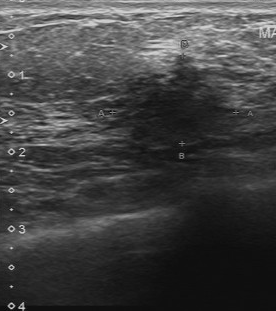
Imaging: breast ultrasound.
A breast lesion is seen with hypoechoic internal echoes, calcifications: absent, irregular contour, unclear boundary.